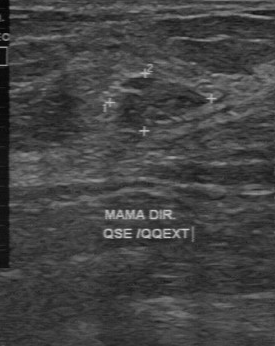
Imaging: breast ultrasound scan.
Biopsy result: fibroadenoma. BI-RADS assessment is 2. The biopsy or follow-up result is benign.